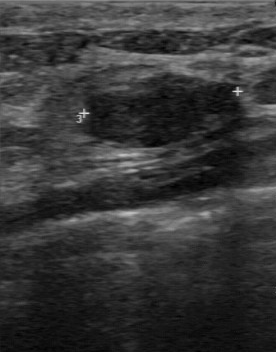
Imaging: B-mode breast ultrasound.
Lesion margin is regular. Calcifications are absent. Outcome on biopsy or follow-up: benign. The boundary is clear. The internal echoes are hypoechoic.